Imaging: breast US. Scanner: Toshiba Aplio 300 @12-14 MHz.
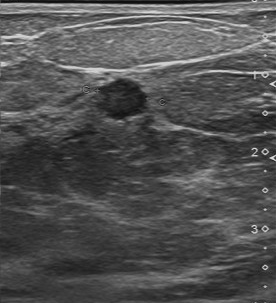
The finding is malignant on biopsy or follow-up.